Scanner: GE Logiq 5 @10-12MHz. Breast US.
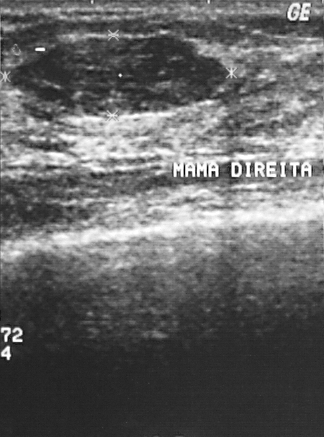
(coordinates in a 324x437 pixel frame) The mass occupies approximately top-left (12, 40), bottom-right (227, 114).